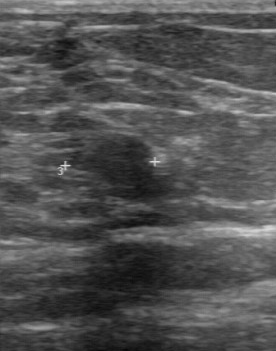
Modality: B-mode breast ultrasound.
FINDINGS: Calcifications: none. Lesion margin: regular. Internal echoes: hypoechoic. Histopathology: fibroadenoma. Boundary: clear.
OUTCOME ON BIOPSY OR FOLLOW-UP: benign.